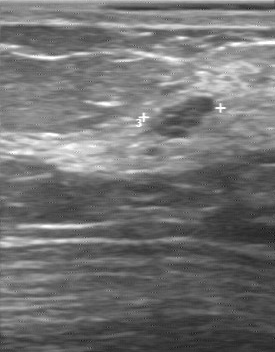
Breast US.
BI-RADS 3 in the original read; on a second read the margin is regular, the boundary clear and the lesion hypoechoic. Histopathology: cyst (benign).